Modality: breast ultrasound scan.
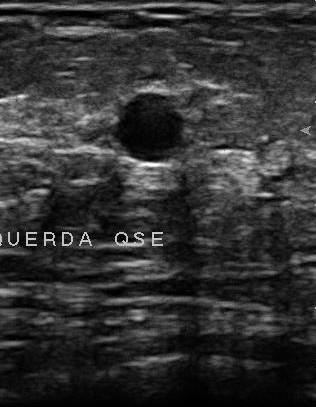
The finding was assessed as BI-RADS 2 by the original reader. A second reader, independent of the original assessment, describes a hypoechoic finding with a regular margin; the boundary is fairly clear. The biopsy result was cyst; the finding is benign.